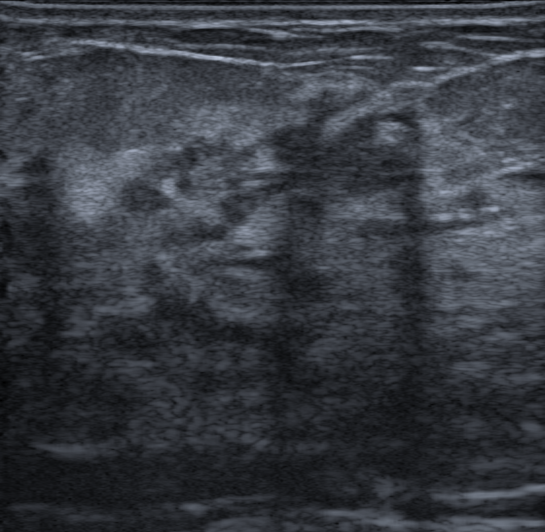
Imaging: breast ultrasound scan. Background tissue composition: heterogeneous: predominantly fibroglandular.
(coordinates in a 545x532 pixel frame) Lesion bounding box: top-left (125, 82), bottom-right (432, 251).